Breast sonogram.
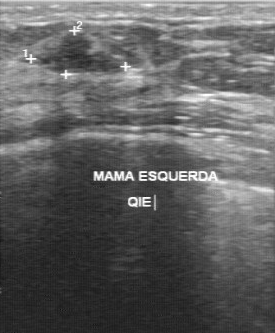
Original-read BI-RADS category: 4. A second, independent read describes the finding as follows. Boundary: somewhat unclear. There are no calcifications. Internally the finding is hypoechoic. Margin: regular. The biopsy result was proliferative lesions; the finding is benign.